Imaging: breast ultrasound.
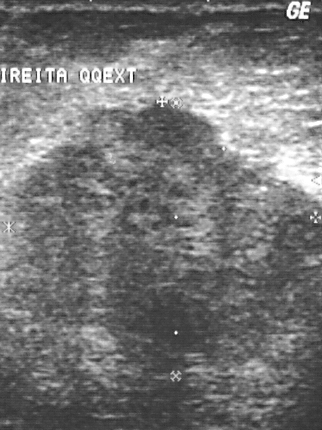
Coordinates are pixels in the 322x430 image. Segment the mass: bounding box (6,102)-(321,377). The mass is malignant on biopsy or follow-up.